Imaging: breast ultrasound.
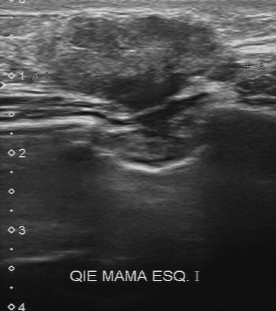
BI-RADS assessment: 4. Confirmed outcome (biopsy or follow-up) is malignant.